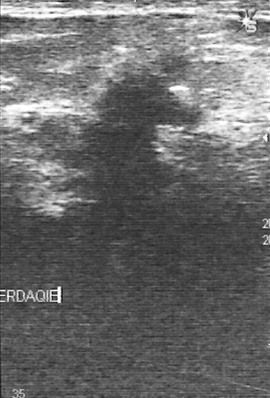
Breast ultrasound scan.
This breast ultrasound scan shows a lesion, malignant on biopsy or follow-up. BI-RADS 4.